Breast ultrasound image.
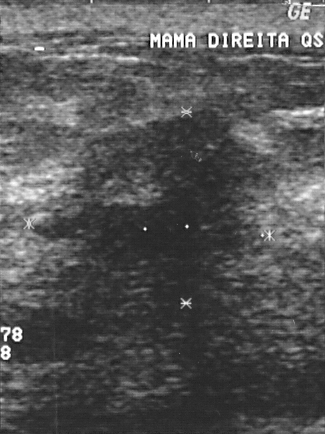
The breast lesion is malignant on biopsy or follow-up.